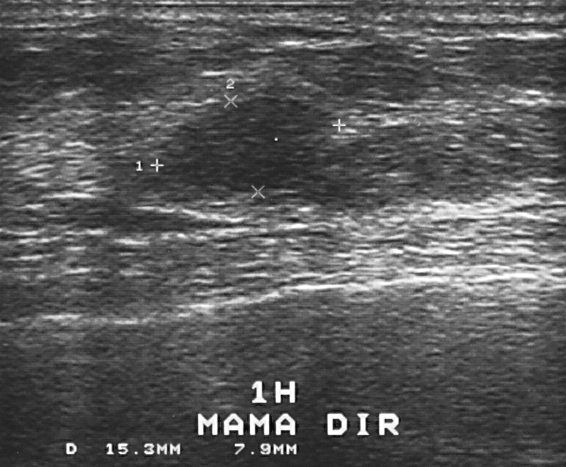
Modality: breast ultrasound scan.
Biopsy result: fibroadenoma. BI-RADS category: 3.